Modality: breast ultrasound.
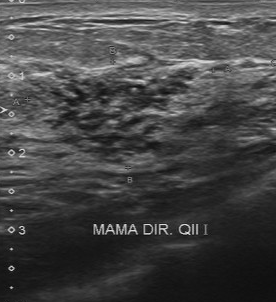
(coordinates in a 276x302 pixel frame) Segment the breast lesion: bounding box top-left (26, 59), bottom-right (214, 163). The breast lesion is benign on biopsy or follow-up.